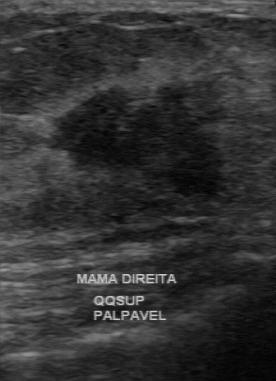
Breast ultrasound.
This breast ultrasound shows a finding with independent BI-RADS assessment: 4C, calcifications: absent, irregular lesion margin.